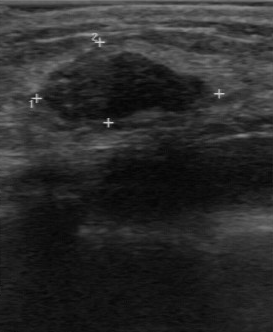
Breast ultrasound.
Segment the lesion: bounding box top-left (40, 49), bottom-right (204, 121).